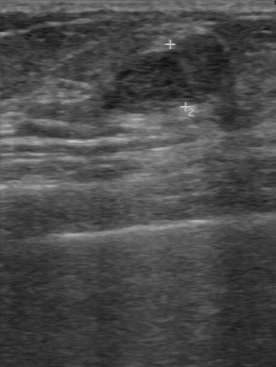
Imaging: breast sonogram.
Finding: mass, benign on biopsy or follow-up. (BI-RADS category 3.)